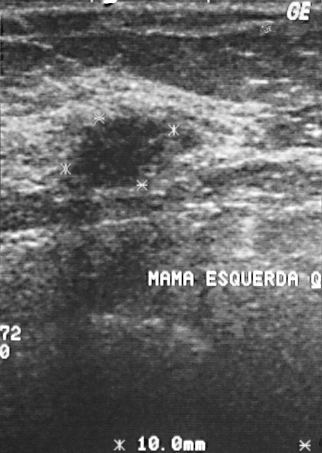
Imaging: breast sonogram.
Biopsy or follow-up result: benign. BI-RADS 3.